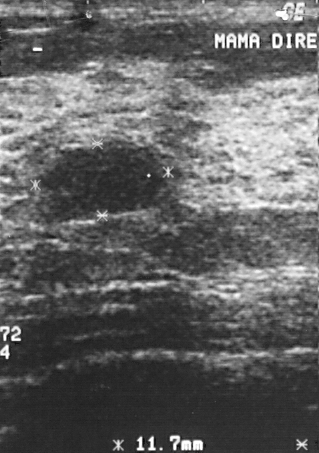
Acquired on GE Logiq 5 @10-12MHz. Modality: breast US.
Finding: lesion, benign on biopsy or follow-up.